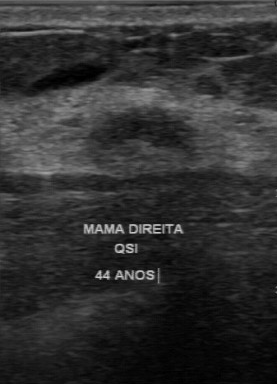
Imaging: breast sonogram.
A breast lesion is seen with BI-RADS: 3, outcome on biopsy or follow-up: benign.